Imaging: B-mode breast ultrasound.
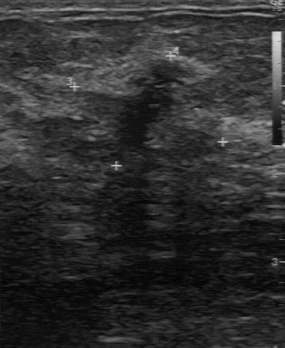
BI-RADS 4 in the original read. The following findings are from a second reader, independent of the original assessment. The mass has an irregular margin. Boundary: unclear. Internally the mass is slightly hypoechoic. Calcifications: none. The biopsy result was fibrocystic changes; the mass is benign.